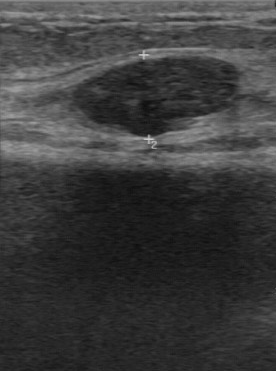
Imaging: breast sonogram.
The finding was categorized BI-RADS 2 in the original read. Findings on the second read (an independent reader): a hypoechoic finding, margin regular, boundary clear. There are no calcifications. Biopsy showed fibroadenoma, a benign finding.